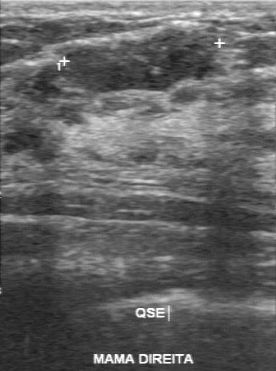
Imaging: breast sonogram. Acquired on GE Logiq 7 @10-14MHz.
FINDINGS: Breast sonogram. BI-RADS on independent re-read: 3. Histopathology: fibroadenoma.